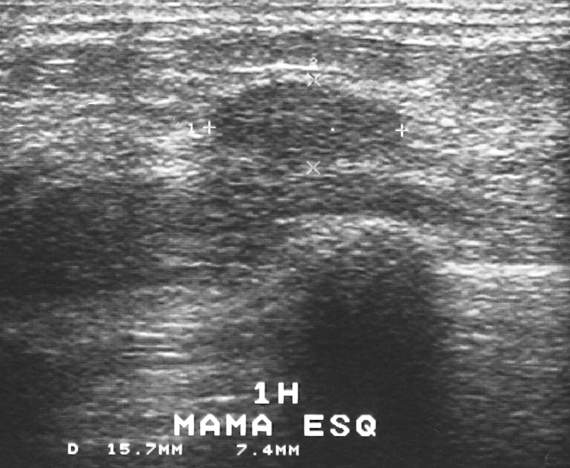
Imaging: breast sonogram. Scanner: GE Logiq 5 @10-12MHz.
Outcome on biopsy or follow-up: benign. BI-RADS 3.